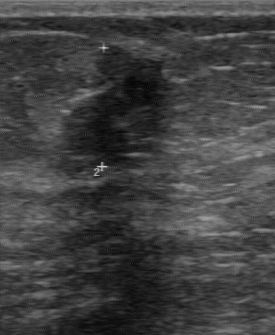
Imaging: breast sonogram. Acquired on GE Logiq 7 @10-14MHz.
Lesion characteristics:
- BI-RADS assessment: 4